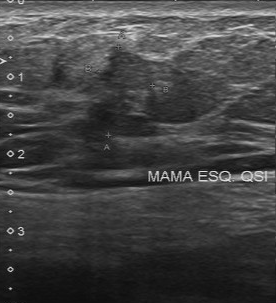
Imaging: breast ultrasound.
Biopsy or follow-up result: malignant.